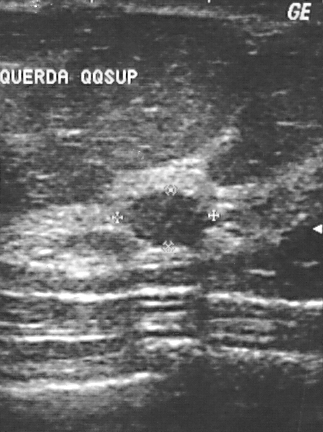
Scanner: GE Logiq 5 @10-12MHz. Imaging: breast ultrasound scan.
A finding is seen. BI-RADS category 2. Biopsy showed fibroadenoma, a benign finding.